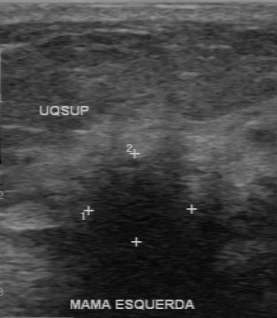
Imaging: breast ultrasound image.
Original-read BI-RADS category: 4. Findings on the second read (an independent reader): a hypoechoic finding, margin irregular, boundary unclear. There are no calcifications. Pathology confirmed malignant invasive ductal carcinoma.